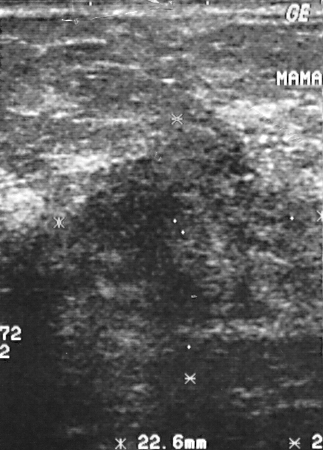
Breast ultrasound. Acquired on GE Logiq 5 @10-12MHz.
FINDINGS: Breast ultrasound. BI-RADS: 5. Outcome on biopsy or follow-up: malignant. Histopathology: invasive ductal carcinoma.
OUTCOME ON BIOPSY OR FOLLOW-UP: malignant.